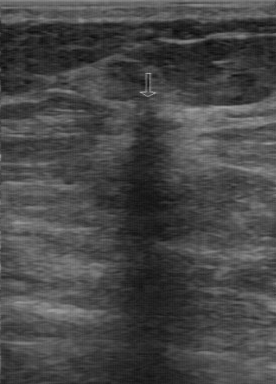
Breast ultrasound image.
FINDINGS: Echo pattern: hypoechoic. Calcifications: none. Boundary: unclear. Confirmed outcome (biopsy or follow-up): malignant. Margin: irregular.
OUTCOME ON BIOPSY OR FOLLOW-UP: malignant.